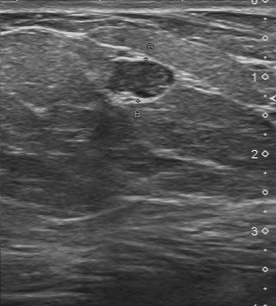
Modality: B-mode breast ultrasound.
B-mode breast ultrasound findings:
- confirmed outcome (biopsy or follow-up): benign
- second-reader BI-RADS: 3
- boundary: clear
- echo pattern: slightly hypoechoic
- BI-RADS (first reader): 4
- calcifications: none